Breast ultrasound.
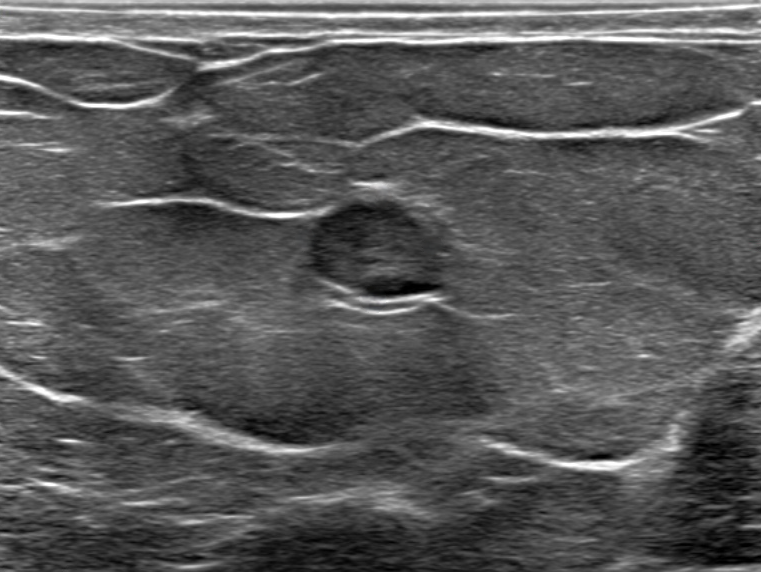
The finding is benign on biopsy or follow-up.
Assigned BI-RADS 4B.
It has an oval shape.
The margin is not circumscribed (indistinct).
Internally the finding is hypoechoic.
There are no posterior acoustic features.
No echogenic halo is seen.
There are no calcifications.
No skin thickening is seen.